Acquired on GE Logiq 5 @10-12MHz. Modality: breast sonogram.
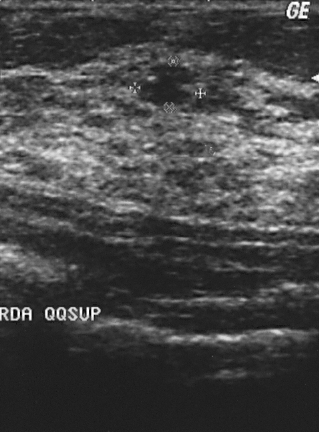
A lesion is present on this breast sonogram. BI-RADS category 2. Biopsy showed fibroadenoma, a benign finding.